Imaging: breast US.
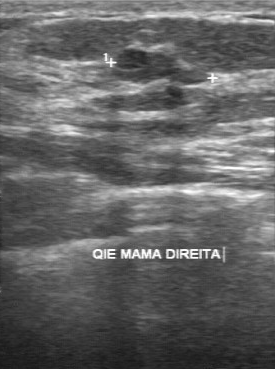
(coordinates in a 275x369 pixel frame) Breast lesion bounding box: top-left (115, 48), bottom-right (179, 83).